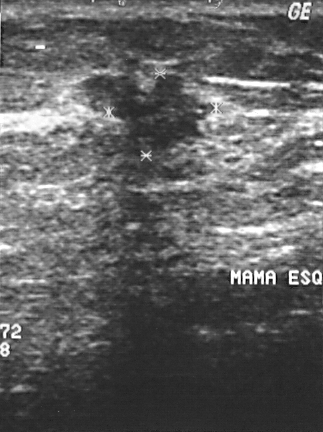
Modality: breast US.
Coordinates are pixels in the 323x432 image. Finding bounding box: 69 72 215 160.